Imaging: breast sonogram.
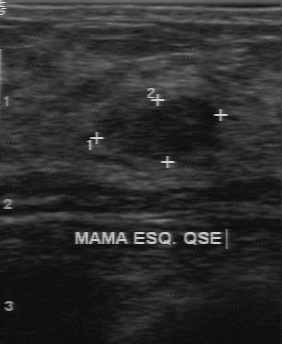
Original-read BI-RADS category: 3. A second, independent read describes the lesion as follows. The lesion has a regular margin. Its boundary is clear. Echo pattern: hypoechoic. There are no calcifications. Histopathology: fibroadenoma (benign).